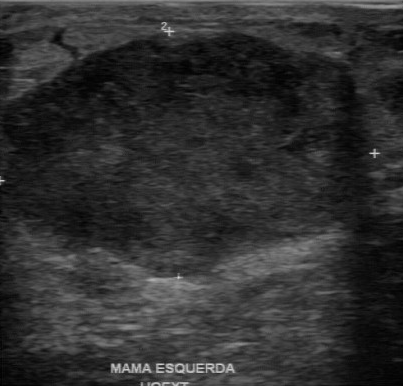
Acquired on GE Logiq 7 @10-14MHz. Imaging: breast ultrasound scan.
Lesion boundary: somewhat unclear. Outcome on biopsy or follow-up: malignant. Contour is partially regular. There are no calcifications. Echogenicity: hypoechoic.